Acquired on GE Logiq 5 @10-12MHz. B-mode breast ultrasound.
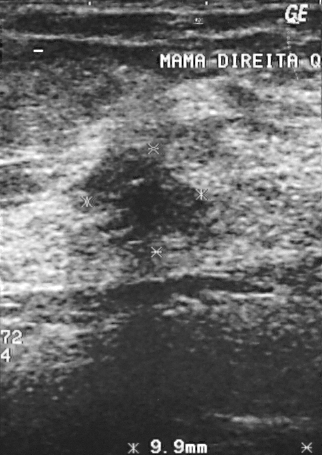
This B-mode breast ultrasound shows a lesion. BI-RADS category 5. Histopathology: invasive ductal carcinoma (malignant).